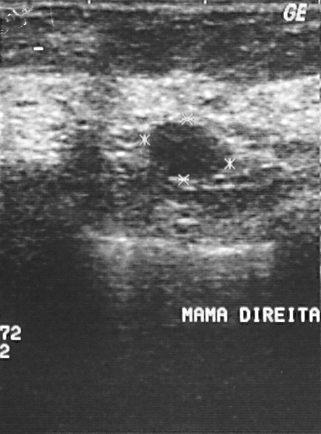
Imaging: B-mode breast ultrasound. Scanner: GE Logiq 5 @10-12MHz.
The finding is assessed as BI-RADS 2. Pathology confirmed fibroadenoma. The finding is benign on biopsy or follow-up.